Modality: breast ultrasound scan.
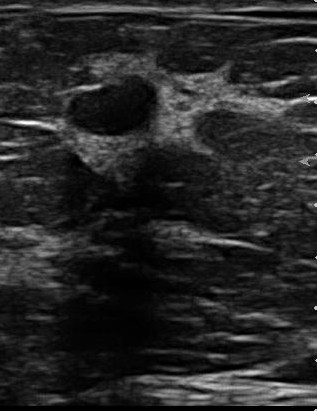
Lesion: benign on biopsy or follow-up.